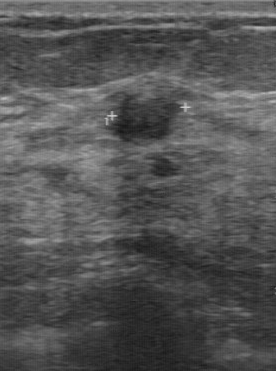
Breast ultrasound scan.
Biopsy or follow-up result: benign.